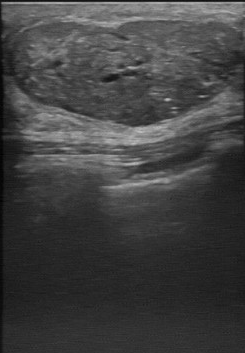
Imaging: B-mode breast ultrasound.
The finding was categorized BI-RADS 4 in the original read. A second, independent read describes the finding as follows. Margin: regular. Its boundary is clear. Echo pattern: heterogeneous. Calcifications: suspected. Biopsy showed phyllodes tumor, a benign finding.